Breast US. Scanner: GE Logiq 7 @10-14MHz.
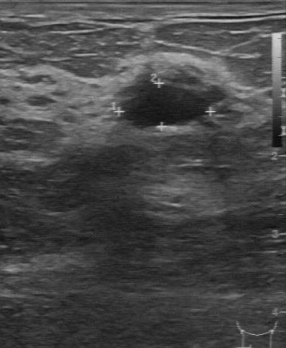
BI-RADS 2 in the original read. The following findings are from a second reader, independent of the original assessment. Echo pattern: hypoechoic. The lesion boundary is fairly clear. Calcifications: none. Margin: partially regular. Histopathology: cyst (benign).